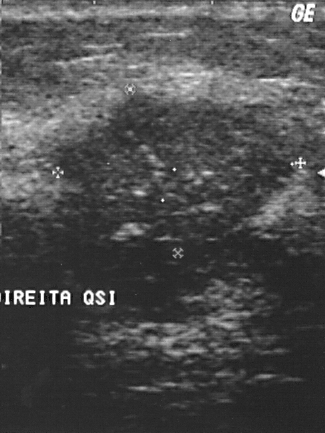
Acquired on GE Logiq 5 @10-12MHz. Imaging: breast sonogram.
FINDINGS: Breast sonogram. BI-RADS: 4. Biopsy or follow-up result: malignant. Biopsy result: invasive ductal carcinoma.
OUTCOME ON BIOPSY OR FOLLOW-UP: malignant.